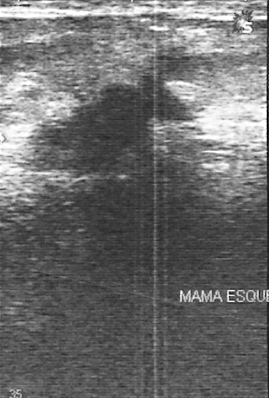
Scanner: GE Logiq 5 @10-12MHz. Imaging: breast sonogram.
A finding is present on this breast sonogram. It was assessed as BI-RADS 4. Pathology confirmed malignant invasive ductal carcinoma.